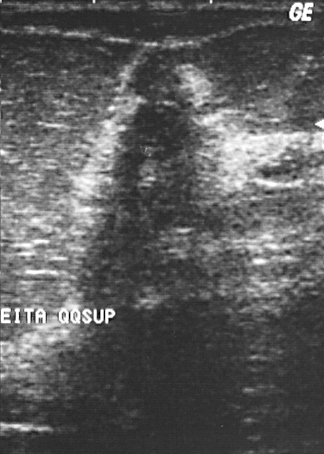
Imaging: breast US.
The breast lesion is assessed as BI-RADS 5. Biopsy showed fibrocystic changes, a benign finding.